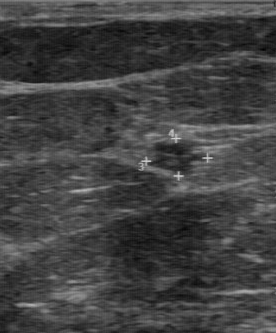
Imaging: breast ultrasound image.
Lesion characteristics:
- BI-RADS: 4
- biopsy result: intraductal papilloma